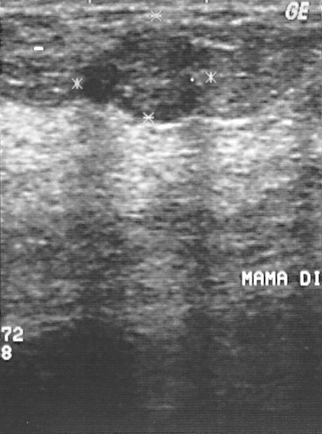
Breast ultrasound scan.
BI-RADS category 2. Outcome on biopsy or follow-up: benign. Biopsy showed fibroadenoma, a benign finding.